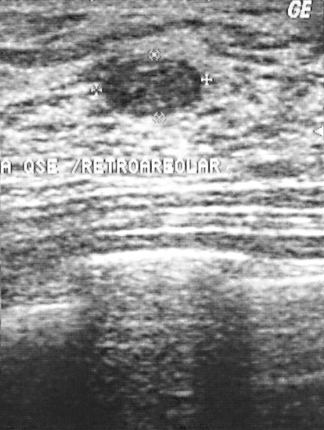
Modality: breast ultrasound scan.
This breast lesion proved benign on biopsy or follow-up. Assigned BI-RADS 2. Pathology confirmed fibroadenoma.